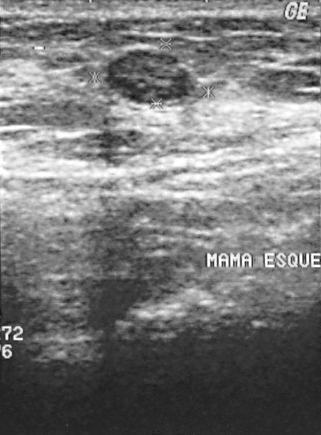
Modality: breast ultrasound image.
Biopsy or follow-up result: benign. (BI-RADS category 2.)